Imaging: breast US.
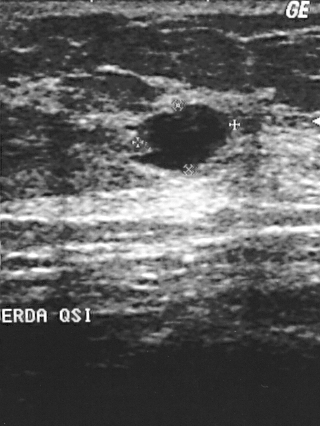
The finding is assessed as BI-RADS 2.
The biopsy result was cyst; the finding is benign.
Biopsy or follow-up result: benign.